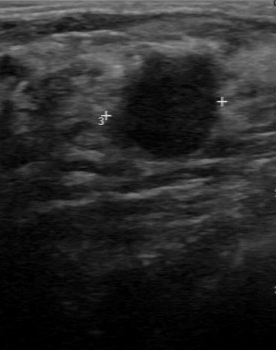
Breast US.
The breast lesion demonstrates calcifications: none, partially regular lesion margin, BI-RADS (second read): 3, original BI-RADS: 4.